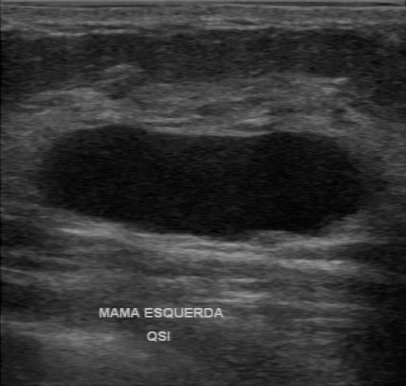
Modality: breast ultrasound image.
Lesion: benign on biopsy or follow-up.